Imaging: breast ultrasound. Scanner: GE Logiq 5 @10-12MHz.
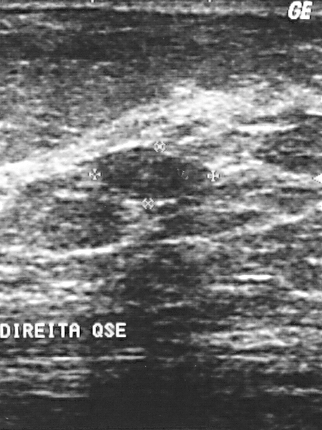
Finding: lesion, benign on biopsy or follow-up. (BI-RADS category 2.)